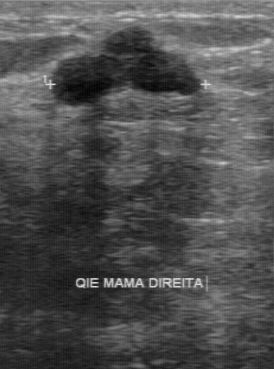
Breast sonogram.
Pixel coordinates (x1, y1, x2, y2): Lesion bounding box: 52 28 203 104. The lesion is benign on biopsy or follow-up.